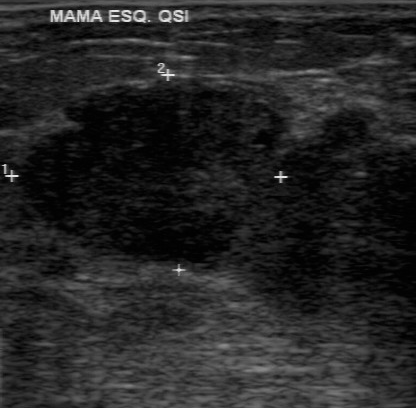
Acquired on GE Logiq 7 @10-14MHz. B-mode breast ultrasound.
The breast lesion demonstrates fairly clear boundary, calcifications: none, hypoechoic echo pattern, regular lesion margin.